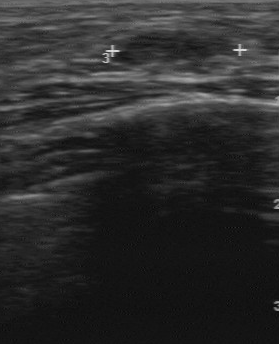
Imaging: B-mode breast ultrasound.
Independent BI-RADS assessment: 3. Biopsy or follow-up result: benign. BI-RADS (first reader): 2.
OUTCOME ON BIOPSY OR FOLLOW-UP: benign.